Breast sonogram.
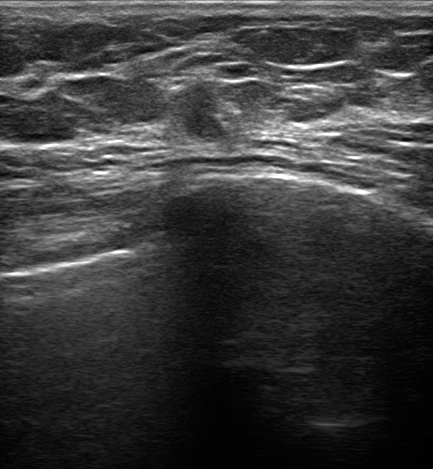
The mass is irregular and hypoechoic; its margin is not circumscribed (indistinct). No posterior acoustic features are seen. No calcifications are seen. There is an echogenic halo. BI-RADS 4C; outcome on biopsy or follow-up: malignant. Biopsy confirmed invasive carcinoma of no special type (NST).